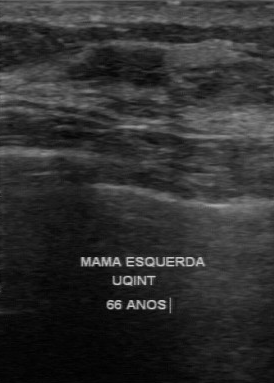
B-mode breast ultrasound.
This B-mode breast ultrasound shows a finding with partially regular contour, somewhat unclear boundary, histopathology: fibroadenoma, hypoechoic echo pattern, calcifications: none.